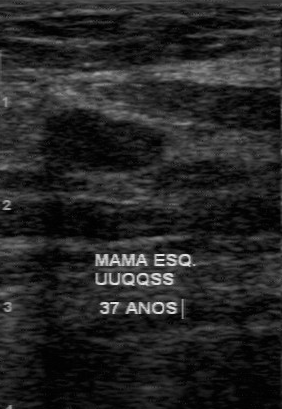
Imaging: breast sonogram. Acquired on GE Logiq 7 @10-14MHz.
(coordinates in a 282x409 pixel frame) Finding bounding box: [44, 108, 165, 173].